Scanner: GE Logiq 7 @10-14MHz. Modality: breast sonogram.
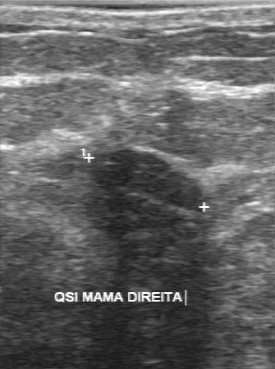
Coordinates are pixels in the 275x369 image. The lesion is located within the bounding box [91, 149, 203, 210]. The lesion is benign on biopsy or follow-up.